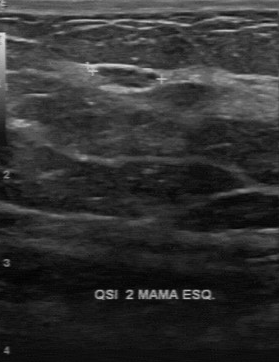
B-mode breast ultrasound.
FINDINGS: Echogenicity: slightly hypoechoic. Biopsy or follow-up result: benign. Boundary: clear. Margin: regular. Calcifications: absent.